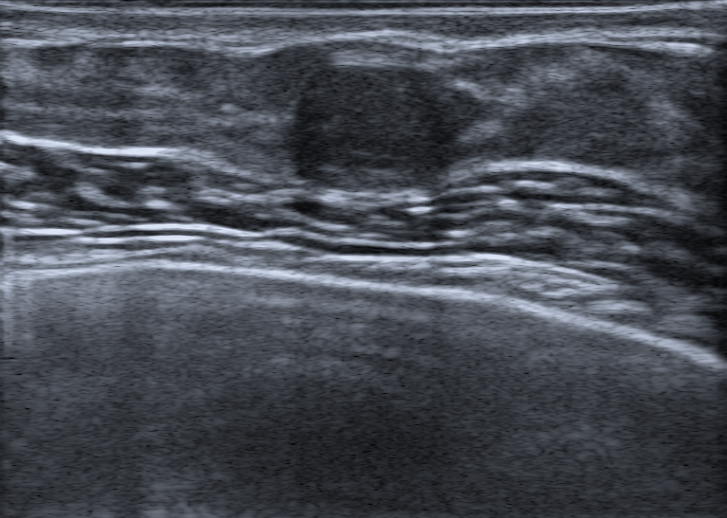
Breast US. Background echotexture is homogeneous: fibroglandular.
Breast US findings:
- echo pattern: hypoechoic
- shape: oval
- posterior acoustic features: none
- BI-RADS category: 4A
- echogenic halo: absent
- calcifications: none
- histopathology: Benign mammary dysplasia
- lesion margin: circumscribed
- radiologic interpretation: Fibroadenoma
- outcome on biopsy or follow-up: benign